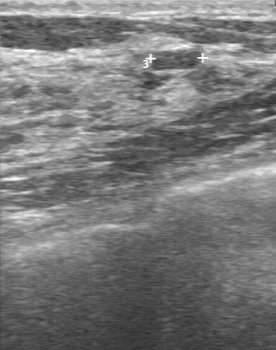
Modality: breast ultrasound. Acquired on GE Logiq 7 @10-14MHz.
Original-read BI-RADS category: 2.
The following findings are from a second reader, independent of the original assessment.
The breast lesion is slightly hypoechoic.
There are no calcifications.
Margin: regular.
The lesion boundary is clear.
The biopsy result was proliferative lesions; the breast lesion is benign.